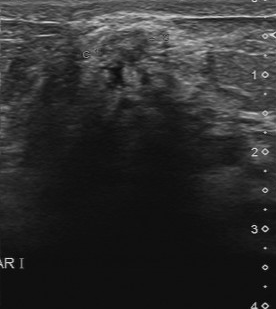
Modality: breast ultrasound scan.
BI-RADS 4 in the original read.
On a second read by an independent reader:
Margin: partially regular.
Boundary: somewhat unclear.
Echo pattern: slightly hypoechoic.
Calcifications: suspected.
Biopsy showed fibrocystic changes, a benign finding.